Breast sonogram.
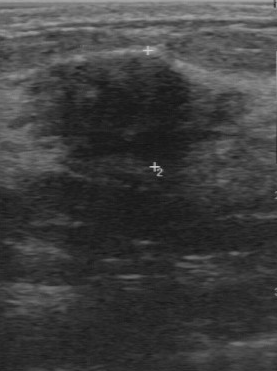
Pixel coordinates (x1, y1, x2, y2): The lesion is located within the bounding box 44 53 196 173.